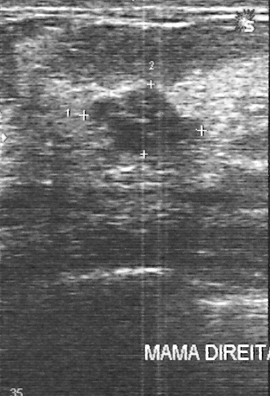
Modality: breast ultrasound image.
The pathology is fibroadenoma. BI-RADS category: 3.